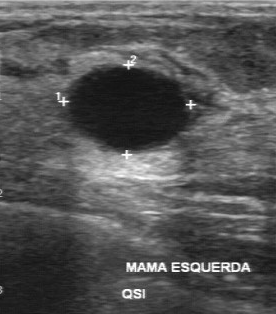
Imaging: breast ultrasound image.
Finding: breast lesion, benign on biopsy or follow-up. BI-RADS 2.